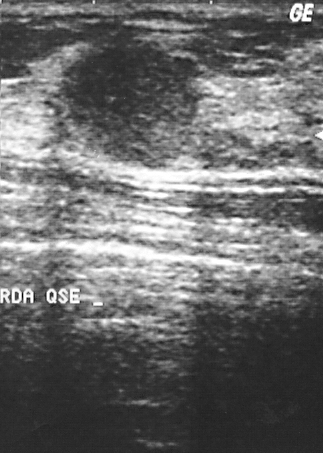
Breast US.
(coordinates in a 323x453 pixel frame) Breast lesion bounding box: (61, 37) to (199, 166).